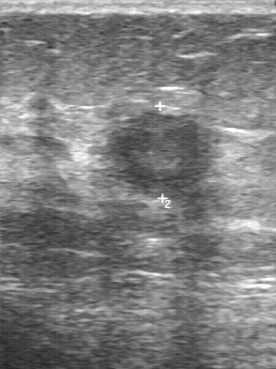
Modality: breast ultrasound scan.
(coordinates in a 276x369 pixel frame) Mass bounding box: top-left (92, 111), bottom-right (221, 200). The mass is malignant on biopsy or follow-up.